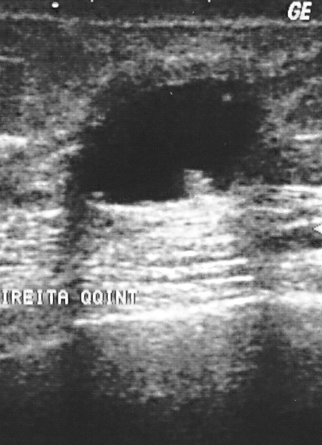
Modality: breast ultrasound.
A breast lesion is seen. BI-RADS category 4. The biopsy result was cyst; the breast lesion is benign.